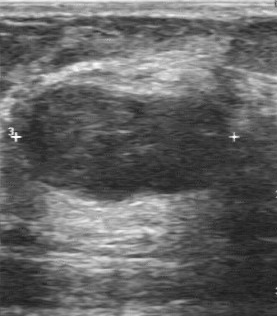
Scanner: GE Logiq 7 @10-14MHz. Imaging: breast ultrasound.
This breast ultrasound shows a lesion, benign on biopsy or follow-up.